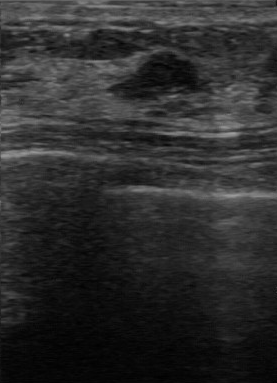
Modality: breast sonogram.
The finding was categorized BI-RADS 4 in the original read.
Descriptors from an independent second read (not the reader who assigned the category):
Boundary: fairly clear.
The margin is partially regular.
No calcifications are seen.
Echo pattern: hypoechoic.
The biopsy result was fibroadenoma; the finding is benign.